Modality: breast ultrasound.
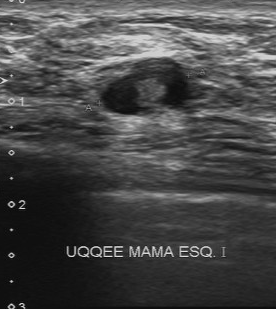
The mass was categorized BI-RADS 4 in the original read. On a second read by an independent reader: Calcifications: none. The mass has a regular margin. Boundary: fairly clear. Echo pattern: mixed cystic and solid. Biopsy showed lobular atrophy, a benign finding.